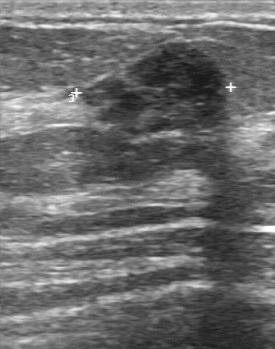
Imaging: breast sonogram.
Biopsy or follow-up result: benign. BI-RADS 3.